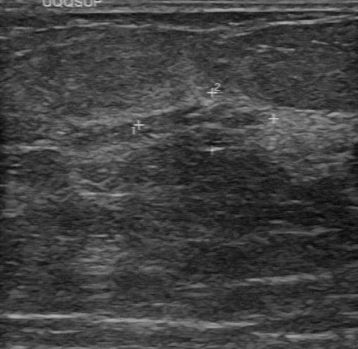
Breast ultrasound scan.
BI-RADS 4 in the original read; on a second read the margin is partially regular, the boundary fairly clear and the lesion slightly hypoechoic. No calcifications are seen. Biopsy showed invasive ductal carcinoma, a malignant finding.